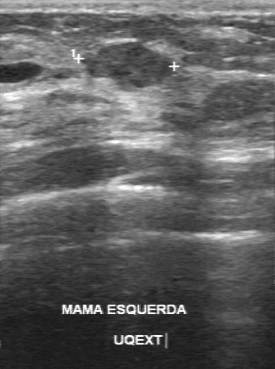
Imaging: breast ultrasound scan.
The breast lesion was categorized BI-RADS 3 in the original read.
The following findings are from a second reader, independent of the original assessment.
There are no calcifications.
The breast lesion has a partially regular margin.
The lesion boundary is fairly clear.
Echo pattern: slightly hypoechoic.
Histopathology: intraductal papilloma (benign).